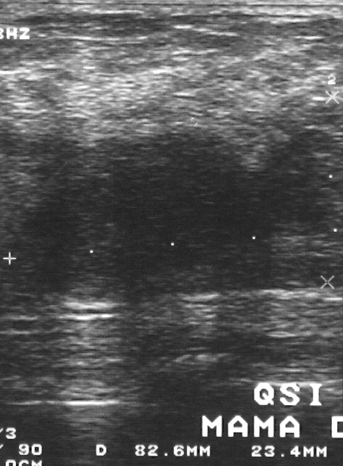
Acquired on GE Logiq 5 @10-12MHz. Breast ultrasound scan.
A breast lesion is seen. It was assessed as BI-RADS 4. Histopathology: mucinous carcinoma (malignant).